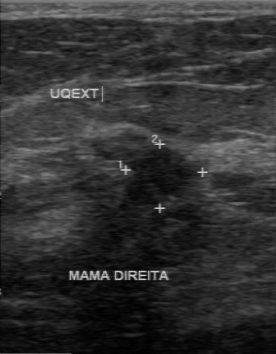
Breast ultrasound image.
Biopsy or follow-up result: malignant.